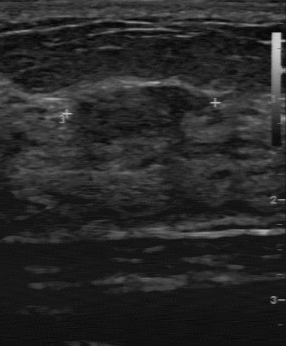
Imaging: breast ultrasound.
Lesion boundary is fairly clear. There are no calcifications. Echo pattern: slightly hypoechoic. Margin: partially regular. The biopsy or follow-up result is benign.